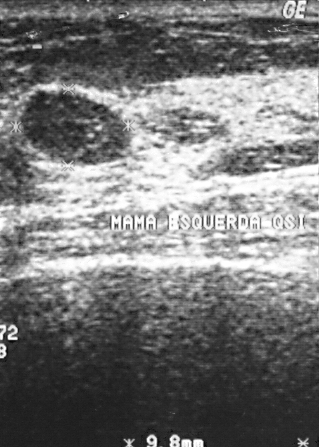
Imaging: breast US.
This breast US shows a finding. Assessment: BI-RADS 2. Histopathology: fibroadenoma (benign).